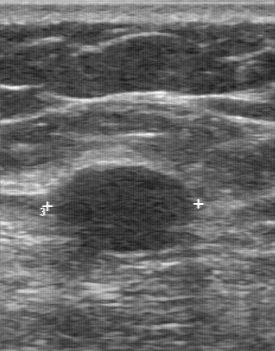
Scanner: GE Logiq 7 @10-14MHz. Modality: breast sonogram.
Breast sonogram findings:
- calcifications: none
- margin: partially regular
- BI-RADS on independent re-read: 3